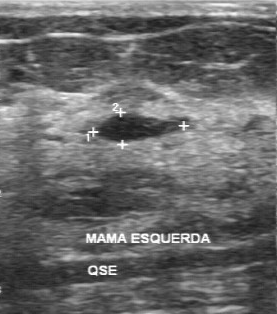
Breast sonogram.
(coordinates in a 277x314 pixel frame) Segment the mass: bounding box (96,114)-(179,142). The mass is benign on biopsy or follow-up. BI-RADS 2.